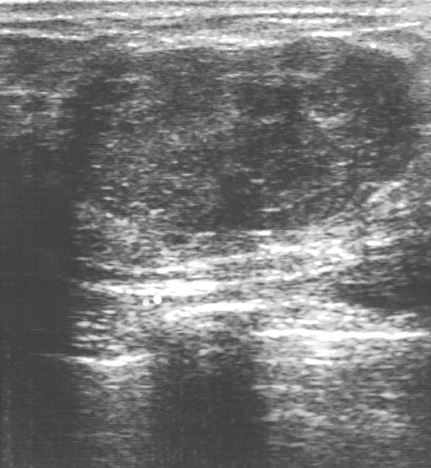
Modality: breast ultrasound.
A finding is seen. BI-RADS category 4. Histopathology: phyllodes tumor (benign).